Scanner: GE Logiq 5 @10-12MHz. Breast US.
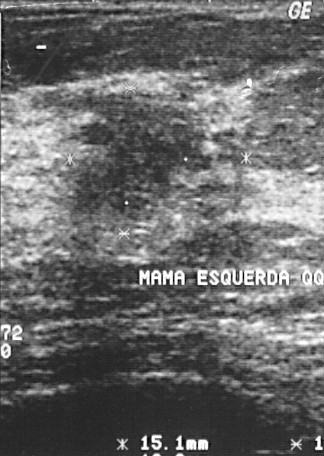
Finding: lesion, malignant on biopsy or follow-up. BI-RADS 4.